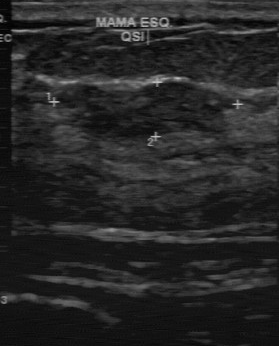
Modality: breast ultrasound.
BI-RADS 4 in the original read.
Descriptors from an independent second read (not the reader who assigned the category):
No calcifications are seen.
The lesion boundary is fairly clear.
Internally the finding is slightly hypoechoic.
Margin: partially regular.
Biopsy showed fibroadenoma, a benign finding.